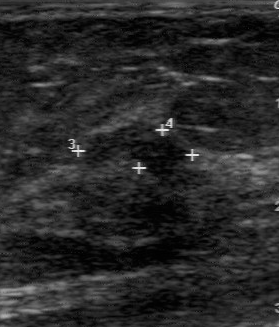
Imaging: B-mode breast ultrasound.
Biopsy or follow-up result: benign. BI-RADS 4.